Modality: B-mode breast ultrasound.
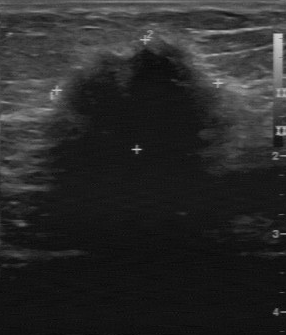
Coordinates are pixels in the 286x335 image. Lesion region of interest: x1=47, y1=41, x2=232, y2=177.